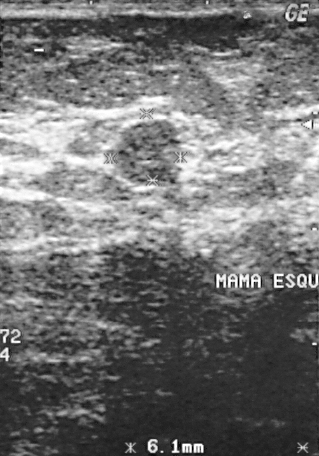
Modality: breast US.
Pathology confirmed fibroadenoma. BI-RADS category 3. This finding proved benign on biopsy or follow-up.